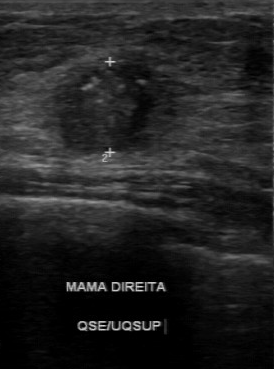
Modality: breast ultrasound.
This breast ultrasound shows a lesion, malignant on biopsy or follow-up.